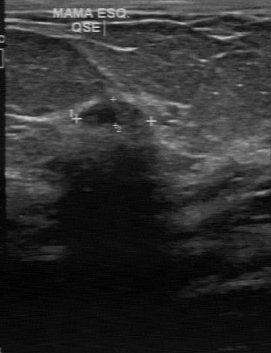
Imaging: breast US. Acquired on GE Logiq 7 @10-14MHz.
Confirmed outcome (biopsy or follow-up) is benign. Biopsy result is fibroadenoma. BI-RADS (second read) is 3. Calcifications are absent.